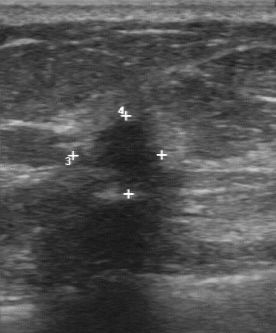
Modality: breast ultrasound scan.
Calcifications: absent. Original BI-RADS: 5. Boundary: unclear. BI-RADS (second read): 4B. Echogenicity: hypoechoic. Contour: partially regular.